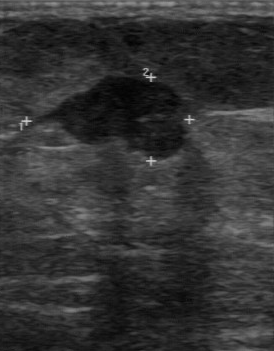
Breast ultrasound image.
The lesion demonstrates outcome on biopsy or follow-up: malignant, BI-RADS category: 4.